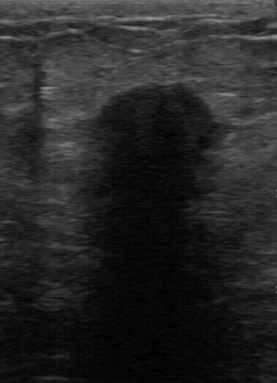
Modality: breast ultrasound scan.
Coordinates are pixels in the 277x383 image. Segment the mass: bounding box (96, 82) to (218, 204). BI-RADS 4.